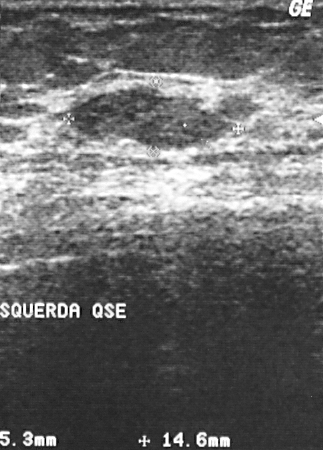
Acquired on GE Logiq 5 @10-12MHz. Breast ultrasound image.
This breast ultrasound image shows a breast lesion, benign on biopsy or follow-up. BI-RADS 2.